Imaging: breast US.
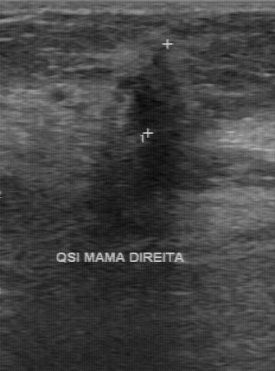
The finding was categorized BI-RADS 4 in the original read. On a second, independent read, a finding with an irregular margin and an unclear boundary is seen; it is hypoechoic. Calcifications: none. Pathology confirmed malignant invasive ductal carcinoma.